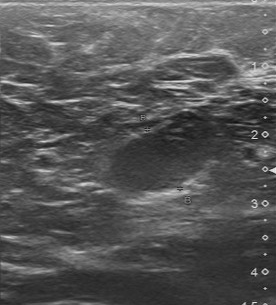
Acquired on Toshiba Aplio 300 @12-14 MHz. Imaging: breast ultrasound scan.
The finding was categorized BI-RADS 4 in the original read. On a second, independent read, a finding with a regular margin and a clear boundary is seen; it is hypoechoic. Calcifications: none. The biopsy result was hyperplasia; the finding is benign.